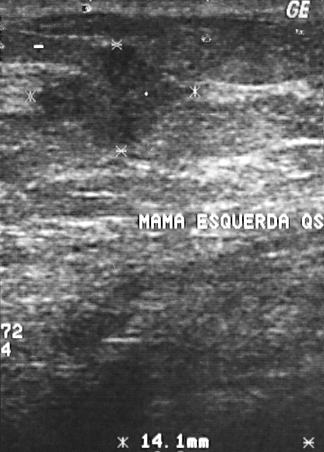
Breast ultrasound image.
(coordinates in a 324x452 pixel frame) The mass occupies approximately top-left (33, 44), bottom-right (196, 146). The mass is malignant on biopsy or follow-up. BI-RADS 4.